Imaging: breast ultrasound image.
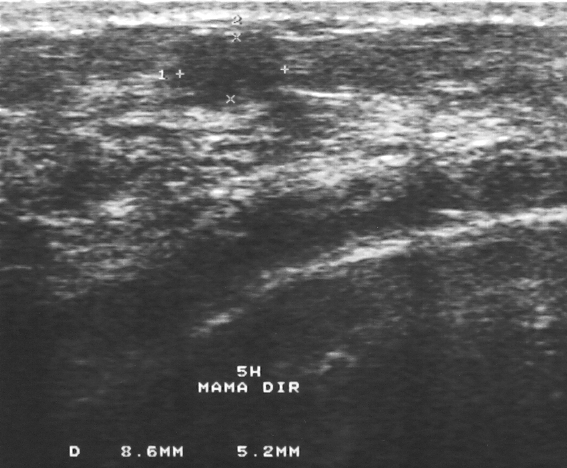
Assigned BI-RADS 3. The biopsy result was fibroadenoma; the lesion is benign.